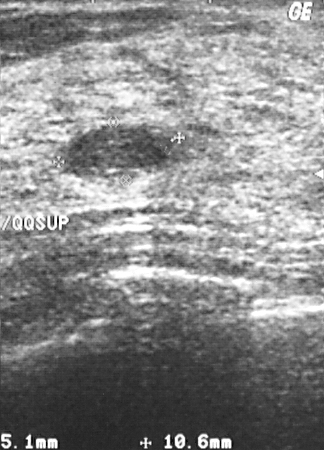
Imaging: B-mode breast ultrasound.
Mass: benign on biopsy or follow-up. BI-RADS 2.